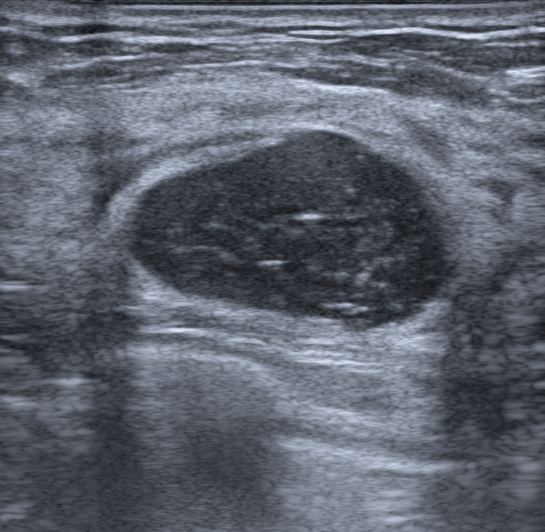
Patient age: 39. Imaging: B-mode breast ultrasound.
No echogenic halo is seen. Posterior enhancement is present. The margin is circumscribed. The breast lesion is oval in shape. Calcifications: none. There is no skin thickening. Internally the breast lesion is heterogeneous. This breast lesion proved benign on biopsy or follow-up. BI-RADS assessment: 4A. Biopsy confirmed fibrosclerosis. Differential on reading: Cyst filled with thick fluid; Fibroadenoma.